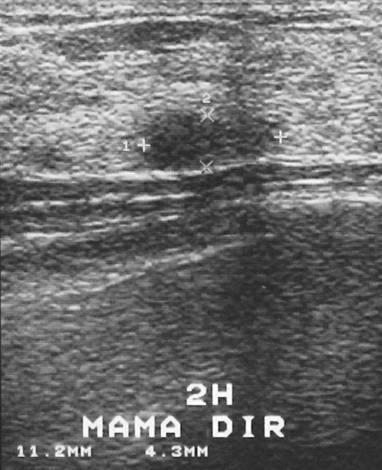
Imaging: breast sonogram.
Pixel coordinates (x1, y1, x2, y2): Mass bounding box: [140, 111, 272, 169]. The mass is benign on biopsy or follow-up.